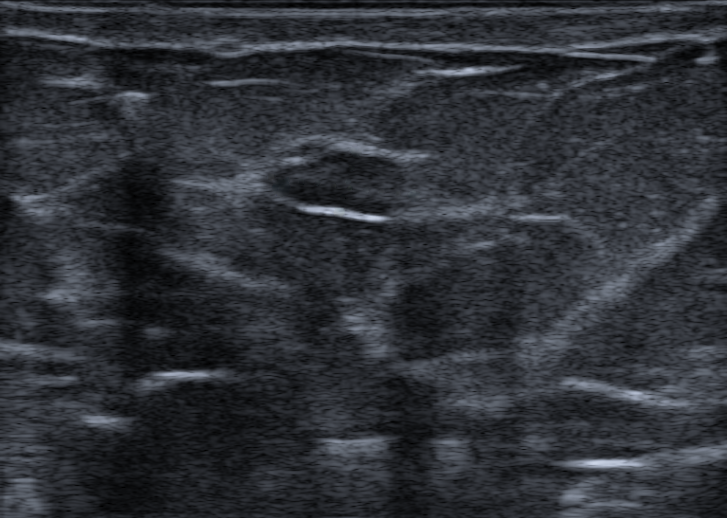
Background echotexture is heterogeneous: predominantly fibroglandular. Breast ultrasound. Age 32.
It has an oval shape. Margin: circumscribed. The finding is heterogeneous. Posterior features: none. There is no echogenic halo. There are no calcifications. Skin thickening: none. This finding proved benign on biopsy or follow-up. BI-RADS assessment: 3. Biopsy result: Fibroadenoma. Radiologic interpretation: Complex cyst / Non-simple cyst; Fibroadenoma.